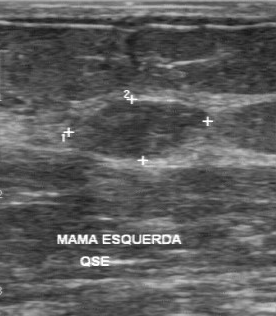
Imaging: breast ultrasound image.
Pathology: fibroadenoma. BI-RADS assessment is 3.